Imaging: B-mode breast ultrasound.
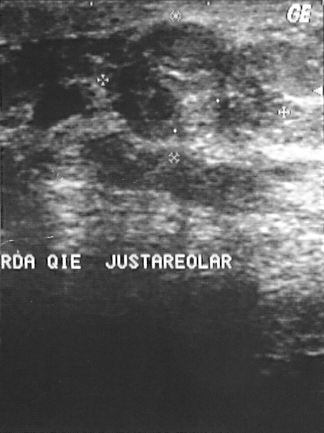
The mass is assessed as BI-RADS 4. Biopsy or follow-up result: benign. Pathology confirmed fibroadenoma.